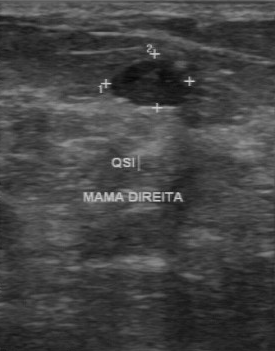
Breast ultrasound scan. Acquired on GE Logiq 7 @10-14MHz.
The breast lesion demonstrates confirmed outcome (biopsy or follow-up): benign, BI-RADS on independent re-read: 3.